Imaging: breast ultrasound image.
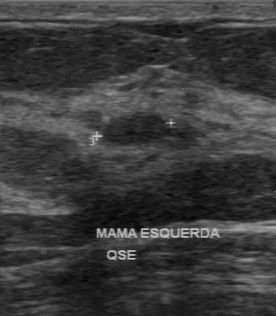
Confirmed outcome (biopsy or follow-up) is benign. The independent BI-RADS assessment is 3. There are no calcifications.